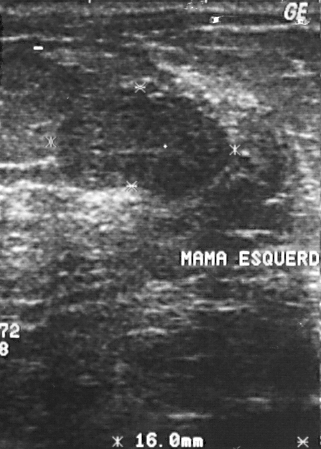
Breast ultrasound.
Pixel coordinates (x1, y1, x2, y2): The finding occupies approximately 55 96 229 197.